B-mode breast ultrasound.
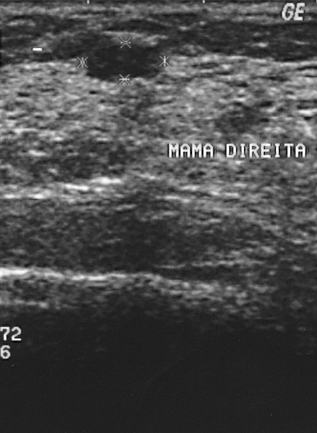
This B-mode breast ultrasound shows a lesion, benign on biopsy or follow-up. BI-RADS 2.